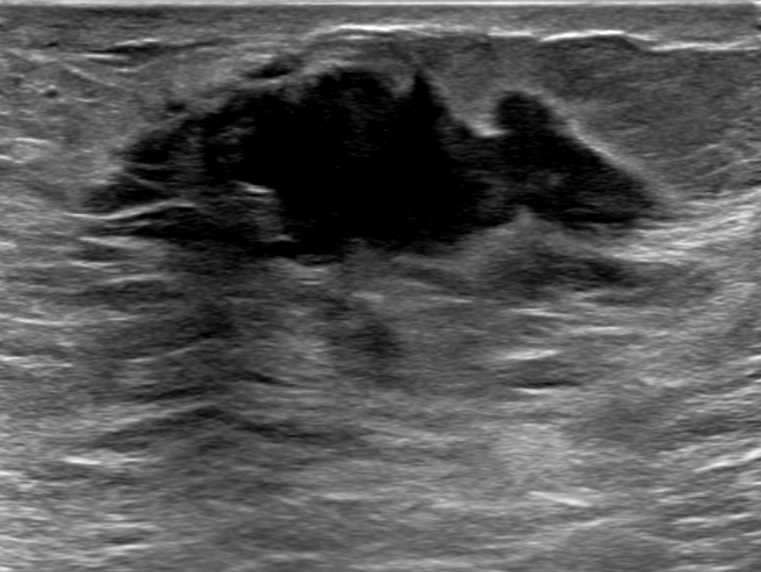
Background tissue composition: heterogeneous: predominantly fat. Breast ultrasound.
Outcome on biopsy or follow-up: malignant. (BI-RADS category 5.)